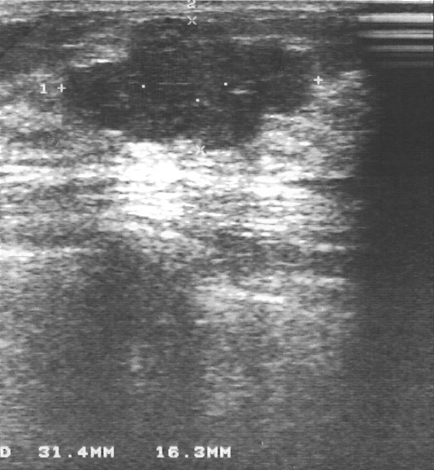
Modality: breast ultrasound.
A breast lesion is seen. It was assessed as BI-RADS 3. Biopsy showed fibroadenoma, a benign finding.